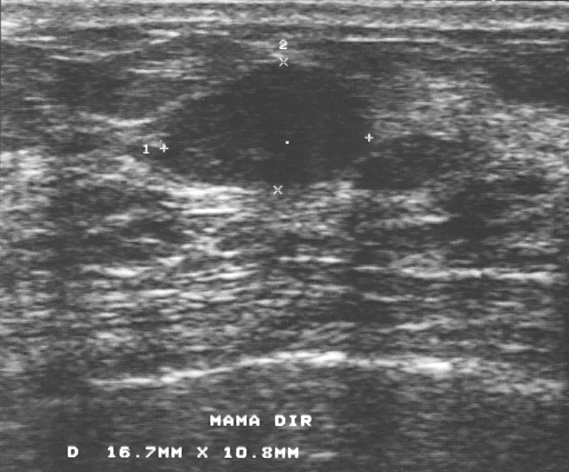
Modality: breast sonogram.
The lesion is benign on biopsy or follow-up. BI-RADS assessment: 3. Histopathology: fibroadenoma.